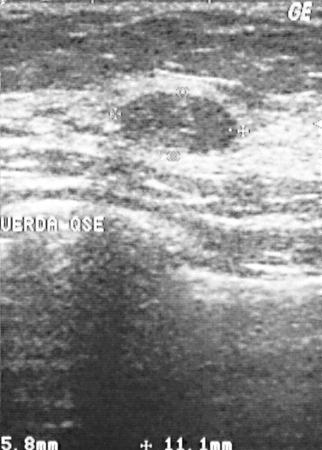
Imaging: breast US. Scanner: GE Logiq 5 @10-12MHz.
Biopsy or follow-up result is benign. The BI-RADS category is 2.